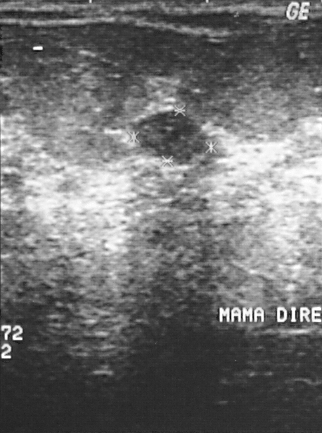
Imaging: breast US.
Pixel coordinates (x1, y1, x2, y2): The lesion is located within the bounding box 134 110 208 163. BI-RADS 2.